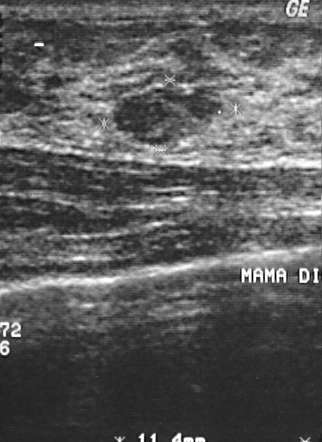
Imaging: breast sonogram. Acquired on GE Logiq 5 @10-12MHz.
BI-RADS assessment: 2.
Pathology confirmed fibroadenoma.
This breast lesion proved benign on biopsy or follow-up.